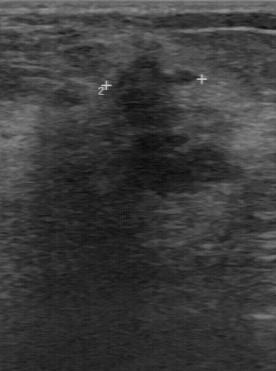
Breast ultrasound image. Scanner: GE Logiq 7 @10-14MHz.
The breast lesion was categorized BI-RADS 4 in the original read. On a second read by an independent reader: There are no calcifications. The breast lesion is slightly hypoechoic. The margin is irregular. The lesion boundary is unclear. The biopsy result was invasive ductal carcinoma; the breast lesion is malignant.